Imaging: breast ultrasound.
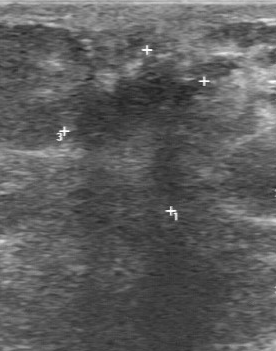
BI-RADS (second read): 4B. The lesion boundary is unclear. The calcifications are suspected.